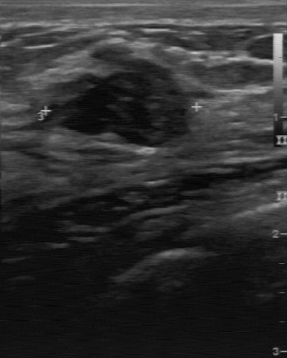
Modality: B-mode breast ultrasound.
BI-RADS 3 in the original read.
On a second read by an independent reader:
The margin is irregular.
Boundary: unclear.
The breast lesion is hypoechoic.
There are no calcifications.
Biopsy showed fibroadenoma, a benign finding.